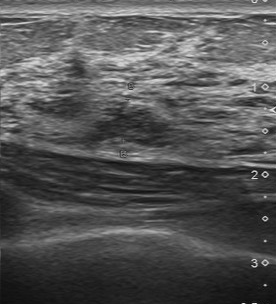
Imaging: B-mode breast ultrasound.
- echogenicity: slightly hypoechoic
- confirmed outcome (biopsy or follow-up): benign
- calcifications: none
- lesion margin: partially regular
- lesion boundary: somewhat unclear